Breast ultrasound scan. Acquired on GE Logiq 7 @10-14MHz.
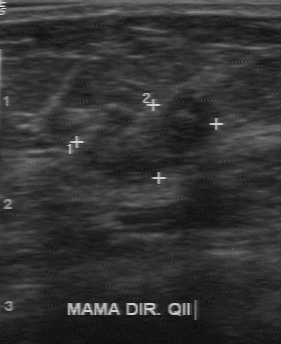
There are no calcifications. BI-RADS (second read): 4A.